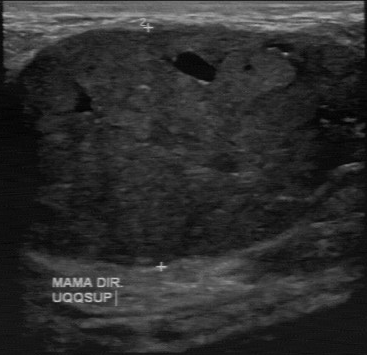
Modality: breast ultrasound.
The mass was categorized BI-RADS 4 in the original read. Descriptors from an independent second read (not the reader who assigned the category): The margin is regular. Its boundary is clear. Echo pattern: mixed cystic and solid. No calcifications are seen. The biopsy result was fibroadenoma; the mass is benign.